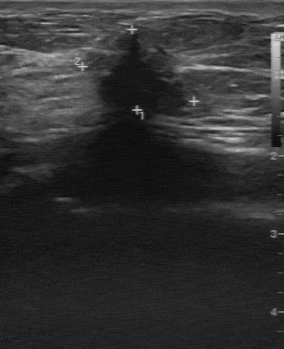
Acquired on GE Logiq 7 @10-14MHz. Modality: B-mode breast ultrasound.
Lesion margin: irregular. Lesion boundary is unclear. Calcifications are absent. Biopsy result: invasive lobular carcinoma. Echo pattern is hypoechoic.